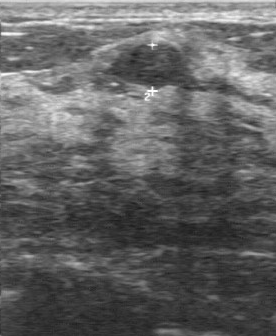
Modality: breast ultrasound scan. Acquired on GE Logiq 7 @10-14MHz.
Outcome on biopsy or follow-up: benign. (BI-RADS category 2.)